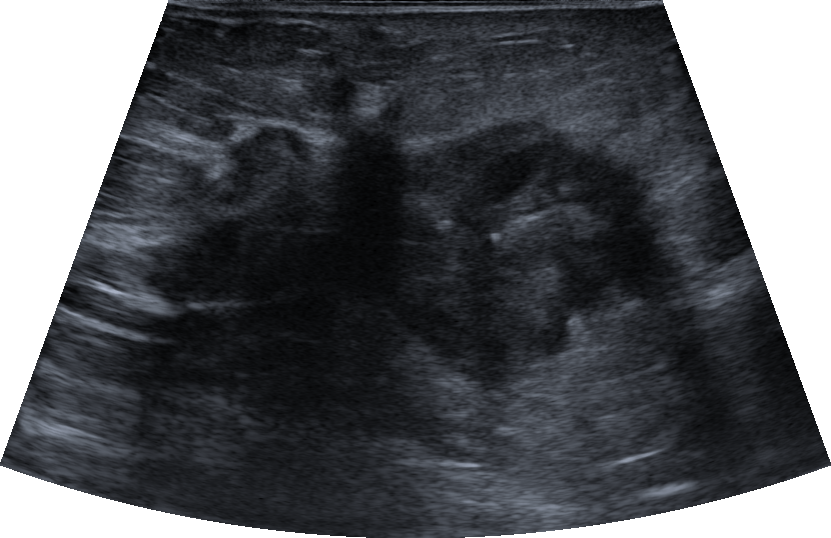
Modality: B-mode breast ultrasound. Age 63.
The posterior features are shadowing. Echogenic halo: present. Echotexture: hypoechoic. The calcifications are in a mass. Margin is not circumscribed - spiculated and indistinct. BI-RADS: 5. Outcome on biopsy or follow-up is malignant. Lesion shape: irregular.